Modality: breast ultrasound.
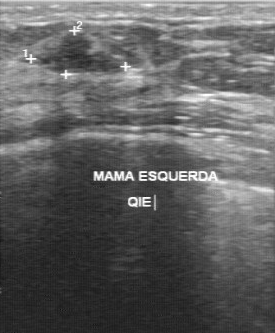
BI-RADS 4 in the original read. Findings on the second read (an independent reader): a hypoechoic finding, margin regular, boundary somewhat unclear. Histopathology: proliferative lesions (benign).